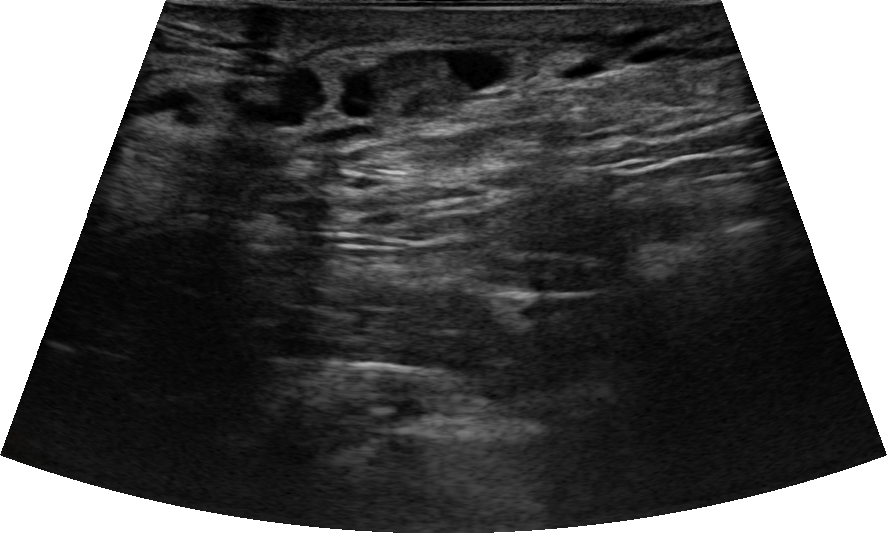
B-mode breast ultrasound. Background echotexture is heterogeneous: predominantly fibroglandular.
Biopsy or follow-up result: benign. (BI-RADS category 4A.)